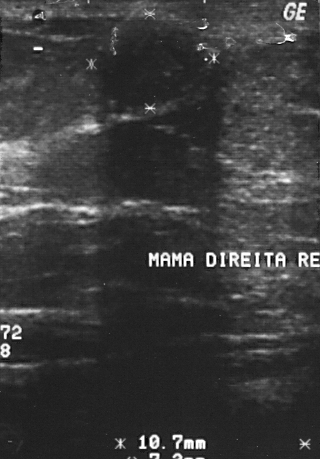
Breast ultrasound image.
BI-RADS assessment: 3. Biopsy or follow-up result: benign. Biopsy showed fibroadenoma.